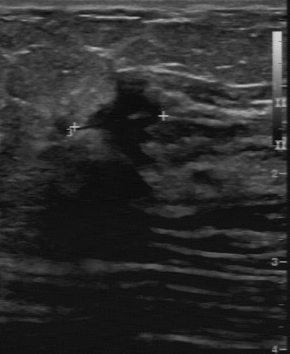
Scanner: GE Logiq 7 @10-14MHz. Imaging: breast sonogram.
A mass is seen with irregular lesion margin, calcifications: absent, unclear lesion boundary, hypoechoic internal echoes.